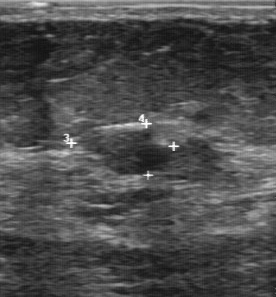
Imaging: B-mode breast ultrasound. Acquired on GE Logiq 7 @10-14MHz.
Lesion characteristics:
- BI-RADS on independent re-read: 3
- boundary: somewhat unclear
- contour: partially regular